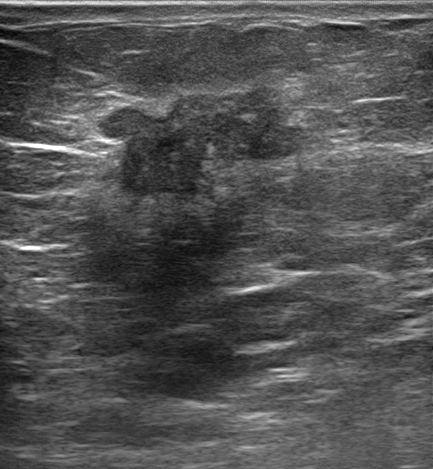
Modality: breast ultrasound.
- biopsy or follow-up result: malignant
- differential: Suspicion of malignancy; Fibroadenoma; Intraductal papilloma
- calcifications: none
- lesion margin: not circumscribed - spiculated and angular and indistinct
- lesion shape: irregular
- posterior acoustic features: combined
- skin thickening: absent
- BI-RADS: 5
- echogenic halo: present